Breast ultrasound scan.
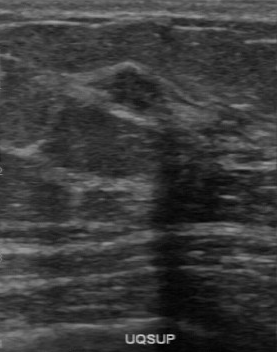
FINDINGS: Lesion boundary: fairly clear. Echogenicity: slightly hypoechoic. Lesion margin: partially regular. Calcifications: none.
OUTCOME ON BIOPSY OR FOLLOW-UP: benign.